Breast sonogram.
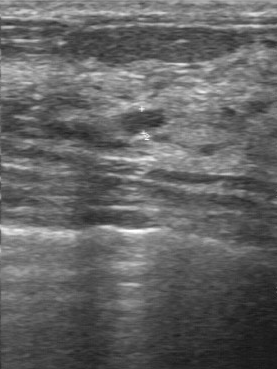
A lesion is seen with pathology: ductal carcinoma in situ, slightly hypoechoic echo pattern, confirmed outcome (biopsy or follow-up): malignant, clear boundary, regular lesion margin, calcifications: absent.